Imaging: breast ultrasound image.
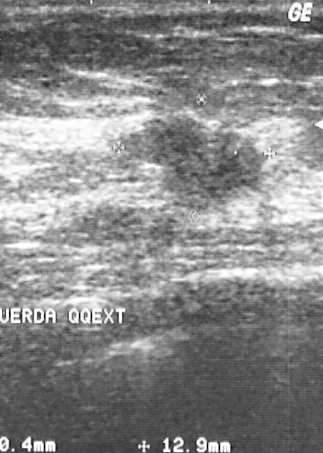
A breast lesion is present on this breast ultrasound image. Assessment: BI-RADS 4. Biopsy showed invasive ductal carcinoma, a malignant finding.